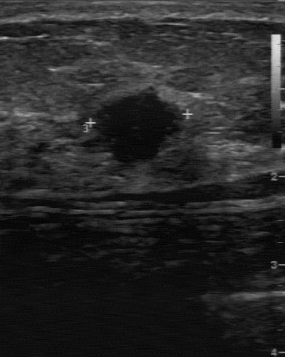
Modality: breast ultrasound.
No calcifications are seen. The internal echoes are hypoechoic. The BI-RADS (first reader) is 4. BI-RADS (second read) is 4A. Boundary is fairly clear. Contour: partially regular.